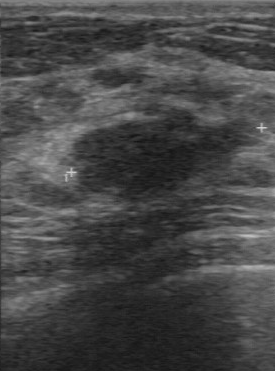
B-mode breast ultrasound.
B-mode breast ultrasound findings:
- BI-RADS (second read): 3